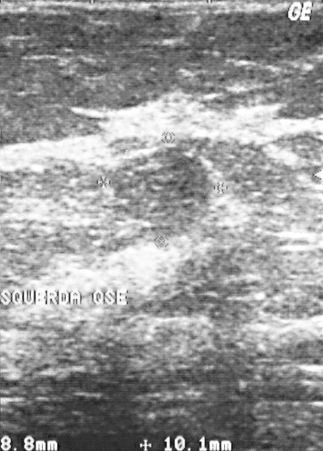
Breast ultrasound scan.
Finding bounding box: top-left (110, 149), bottom-right (213, 225). BI-RADS 2.